Breast ultrasound.
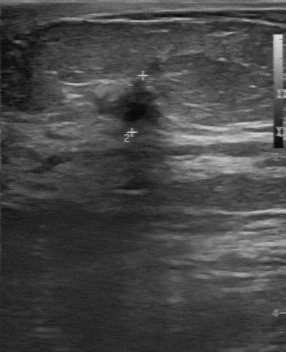
Outcome on biopsy or follow-up: malignant.